Imaging: breast ultrasound. Scanner: GE Logiq 7 @10-14MHz.
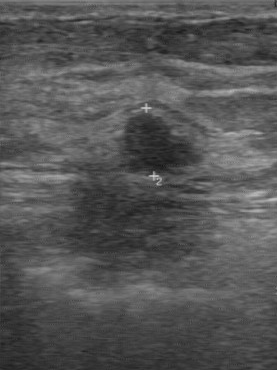
Original-read BI-RADS category: 4. A second reader, independent of the original assessment, describes a hypoechoic breast lesion with an irregular margin; the boundary is clear. Pathology confirmed benign fibroadenoma.